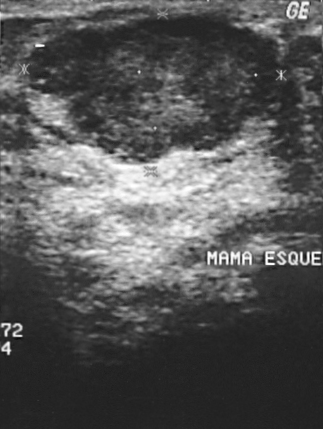
Breast sonogram.
FINDINGS: Breast sonogram. Biopsy result: invasive ductal carcinoma. BI-RADS category: 4.
OUTCOME ON BIOPSY OR FOLLOW-UP: malignant.